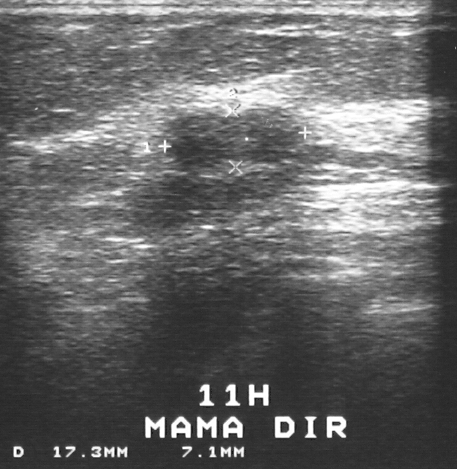
Modality: breast ultrasound scan.
Outcome on biopsy or follow-up: benign.
Biopsy showed fibroadenoma.
BI-RADS category 3.